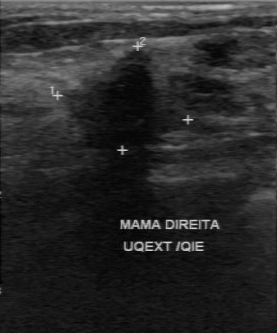
Breast ultrasound scan.
Outcome on biopsy or follow-up: malignant. (BI-RADS category 5.)